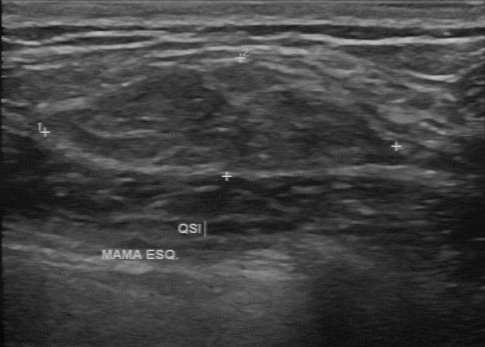
Breast US. Scanner: GE Logiq 7 @10-14MHz.
BI-RADS category is 2. Outcome on biopsy or follow-up is benign.